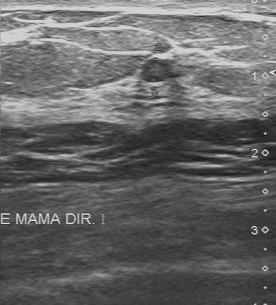
Modality: B-mode breast ultrasound.
Confirmed outcome (biopsy or follow-up): benign. BI-RADS: 3.